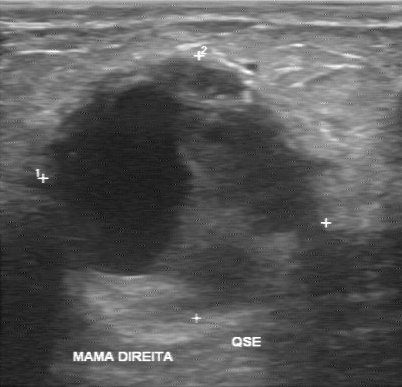
Modality: breast ultrasound. Scanner: GE Logiq 7 @10-14MHz.
The mass was categorized BI-RADS 4 in the original read. A second reader, independent of the original assessment, describes a mixed cystic and solid mass with an irregular margin; the boundary is unclear. Pathology confirmed malignant invasive ductal carcinoma.